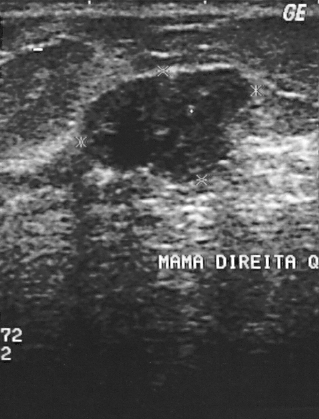
Modality: breast ultrasound image. Acquired on GE Logiq 5 @10-12MHz.
Biopsy or follow-up result: benign. BI-RADS 2.